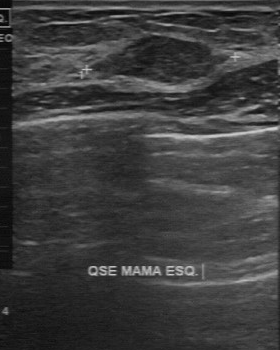
Imaging: breast sonogram.
Coordinates are pixels in the 280x350 image. The mass is located within the bounding box (95, 35) to (214, 82). BI-RADS 3.